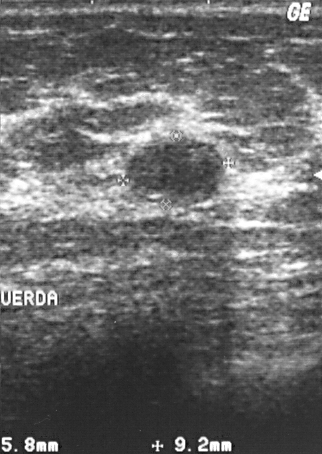
Breast ultrasound.
BI-RADS category 2. The biopsy result was fibrocystic changes; the finding is benign. Outcome on biopsy or follow-up: benign.